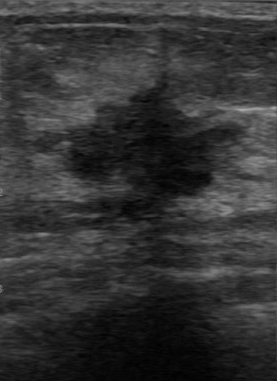
Modality: breast ultrasound scan.
Breast ultrasound scan findings:
- echo pattern: hypoechoic
- confirmed outcome (biopsy or follow-up): malignant
- calcifications: absent
- contour: irregular
- boundary: unclear